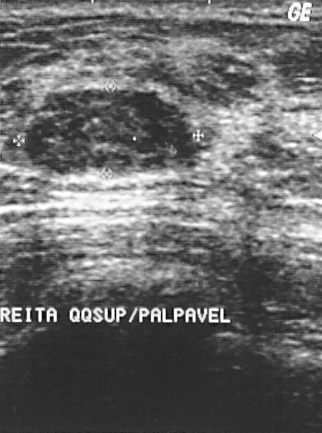
Modality: B-mode breast ultrasound.
A lesion is present on this B-mode breast ultrasound. BI-RADS category 2. Histopathology: fibroadenoma (benign).